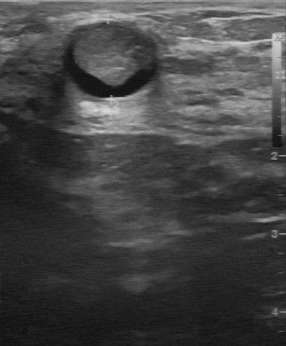
Breast ultrasound scan.
Finding: lesion, benign on biopsy or follow-up.